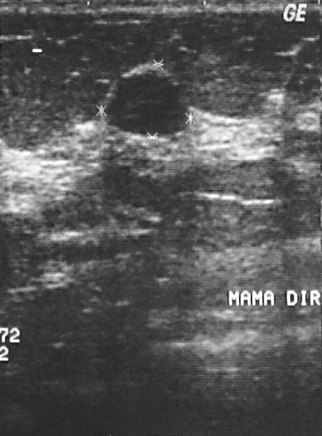
Imaging: breast ultrasound image.
Outcome on biopsy or follow-up: benign.